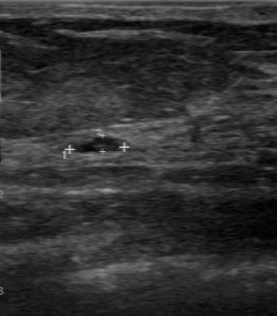
Breast US.
Internal echoes: hypoechoic. Lesion margin is regular. The independent BI-RADS assessment is 3. Lesion boundary is clear. Calcifications are absent.